Breast sonogram.
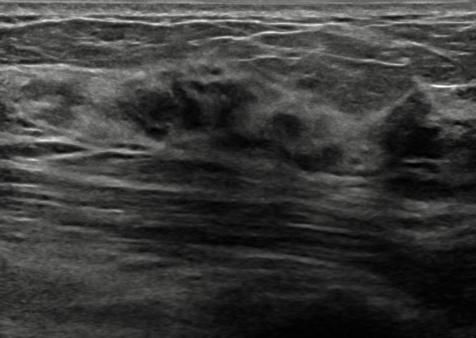
Biopsy or follow-up result: benign. BI-RADS 4B.